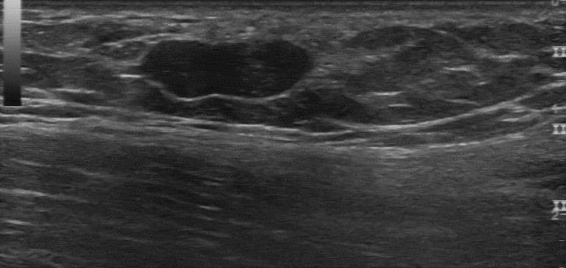
Imaging: breast ultrasound scan.
A mass is seen with histopathology: fibroadenoma, BI-RADS assessment: 2.